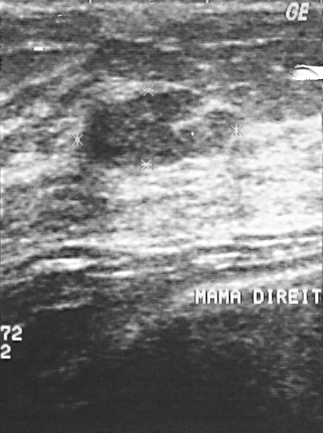
Modality: breast ultrasound scan.
The BI-RADS category is 2. Biopsy or follow-up result is benign.